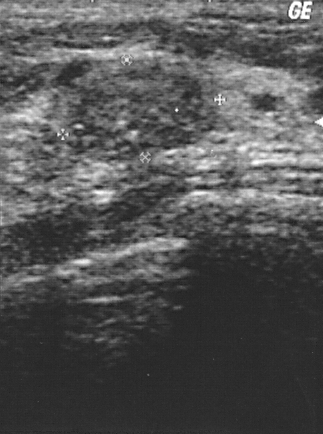
Scanner: GE Logiq 5 @10-12MHz. Imaging: breast sonogram.
Biopsy or follow-up result: benign.